Imaging: breast ultrasound.
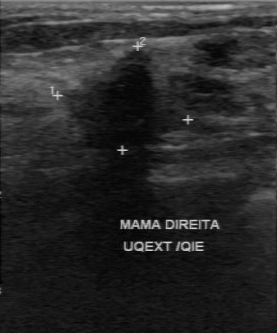
A finding is seen with original BI-RADS: 5, second-reader BI-RADS: 4A, calcifications: none, somewhat unclear lesion boundary, hypoechoic echo pattern.